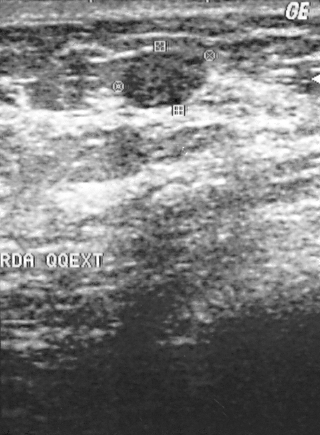
Modality: breast ultrasound.
Pixel coordinates (x1, y1, x2, y2): Segment the lesion: bounding box (123, 52) to (204, 106). The lesion is benign on biopsy or follow-up. BI-RADS 2.